B-mode breast ultrasound.
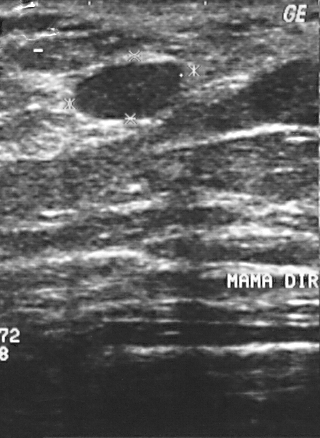
Biopsy or follow-up result: benign.
Assigned BI-RADS 2.
Biopsy showed fat necrosis.